B-mode breast ultrasound.
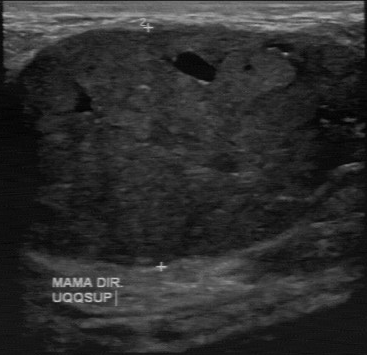
B-mode breast ultrasound findings:
- echo pattern: mixed cystic and solid
- original BI-RADS: 4
- calcifications: absent
- lesion boundary: clear
- BI-RADS on independent re-read: 4A
- lesion margin: regular